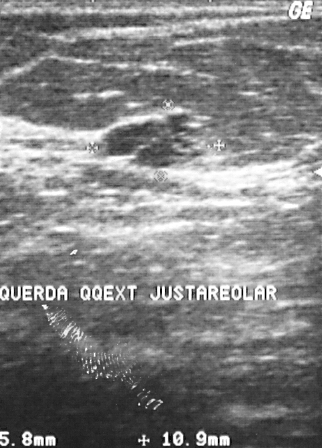
Modality: breast ultrasound.
FINDINGS: Breast ultrasound. BI-RADS category: 3. Outcome on biopsy or follow-up: benign.
OUTCOME ON BIOPSY OR FOLLOW-UP: benign.